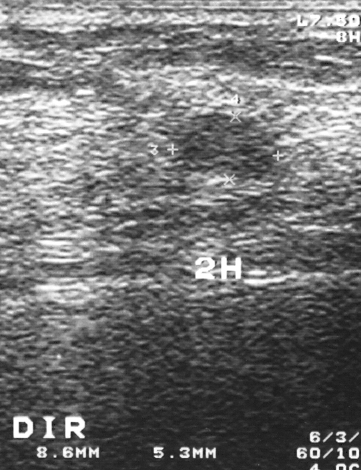
Modality: breast ultrasound image.
Pixel coordinates (x1, y1, x2, y2): Lesion region of interest: (172,112)-(274,179). The finding is benign on biopsy or follow-up. BI-RADS 3.